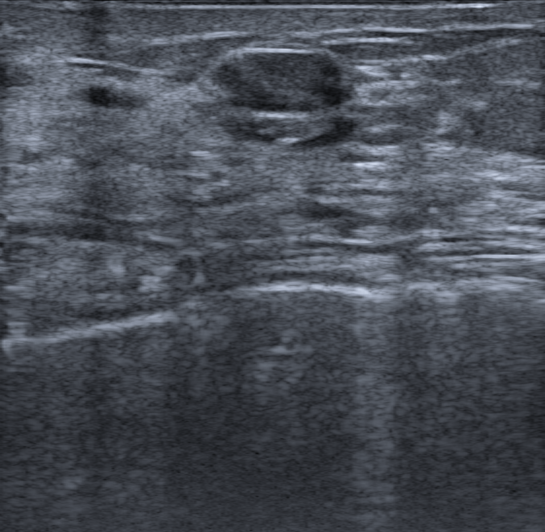
74-year-old patient. Breast sonogram.
Confirmed outcome (biopsy or follow-up): benign. Calcifications: none. Verification: confirmed by follow-up care. Borders: circumscribed. Posterior acoustic features: absent. Skin thickening: none. BI-RADS category: 3. Echotexture: heterogeneous. Echogenic halo: none.
OUTCOME ON BIOPSY OR FOLLOW-UP: benign.